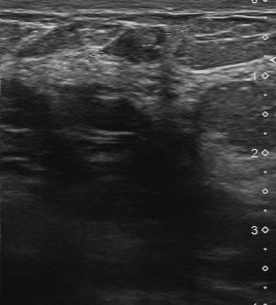
Breast ultrasound image.
Coordinates are pixels in the 276x305 image. Lesion bounding box: 102 25 167 63. BI-RADS 4.